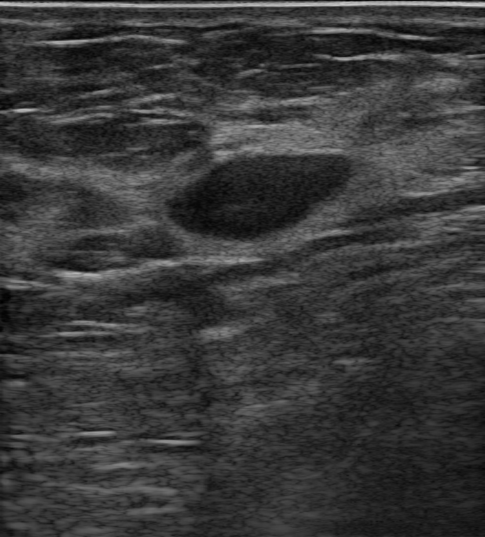
Modality: breast sonogram.
An oval, hypoechoic breast lesion with circumscribed margins is seen. There are no posterior features. No calcifications are seen. No skin thickening is seen. BI-RADS assessment: 3; biopsy or follow-up result: benign. Radiologic interpretation: Complex cyst / Non-simple cyst; Cyst filled with thick fluid; Fibroadenoma.